Modality: breast ultrasound image.
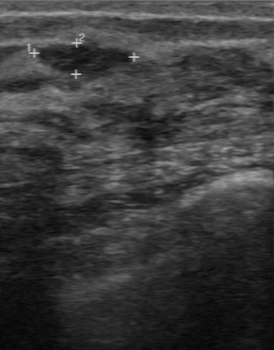
- BI-RADS (first reader): 3
- boundary: clear
- independent BI-RADS assessment: 3
- echogenicity: hypoechoic
- lesion margin: regular